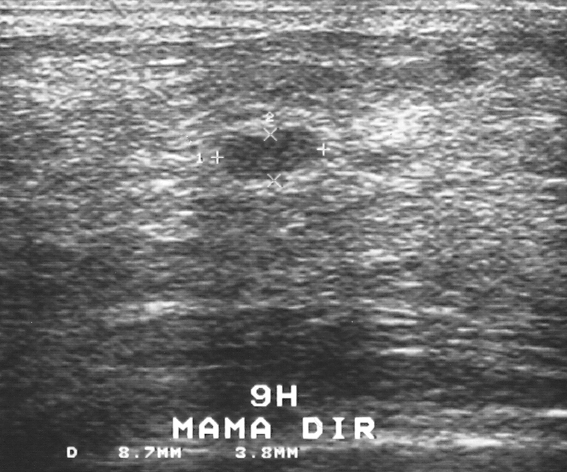
Imaging: breast US.
The mass demonstrates BI-RADS assessment: 2, confirmed outcome (biopsy or follow-up): benign.